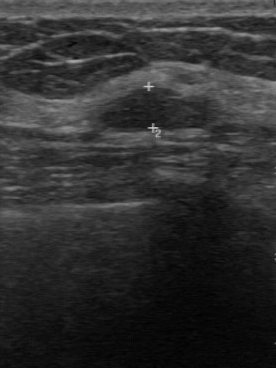
Breast ultrasound scan.
Original-read BI-RADS category: 3. Descriptors from an independent second read (not the reader who assigned the category): The margin is regular. The lesion boundary is fairly clear. Internally the finding is hypoechoic. Calcifications: none. Histopathology: fibroadenoma (benign).